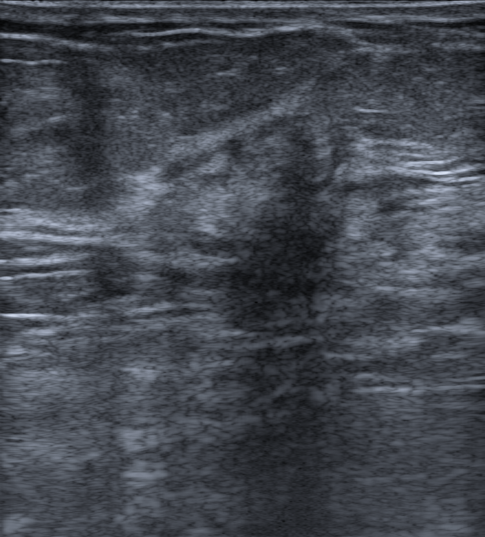
Age 44. Modality: breast sonogram. Background tissue composition: homogeneous: fibroglandular.
It has an irregular shape. Calcifications: none. There is no skin thickening. Internally the mass is hypoechoic. The margin is not circumscribed (spiculated and indistinct). Posterior shadowing is present. No echogenic halo is seen. Radiologist's impression: Suspicion of malignancy. This mass proved malignant on biopsy or follow-up. BI-RADS assessment: 4C.